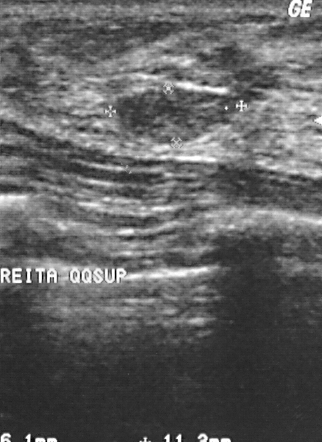
Scanner: GE Logiq 5 @10-12MHz. Breast ultrasound scan.
FINDINGS: Confirmed outcome (biopsy or follow-up): benign. BI-RADS: 2.
OUTCOME ON BIOPSY OR FOLLOW-UP: benign.